Modality: breast sonogram.
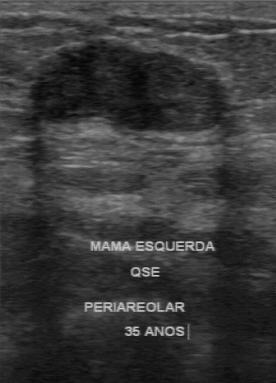
Coordinates are pixels in the 276x383 image. Segment the mass: bounding box 36 40 222 131. The mass is benign on biopsy or follow-up.